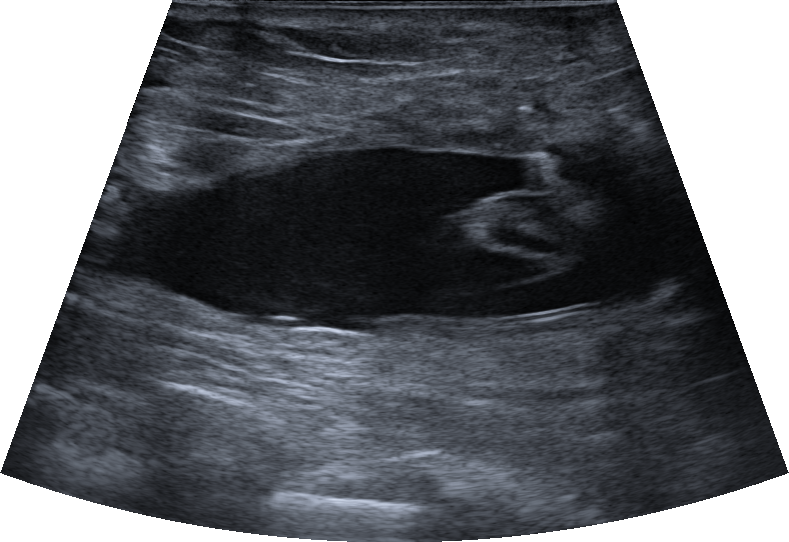
Breast US.
Finding: lesion, benign on biopsy or follow-up.